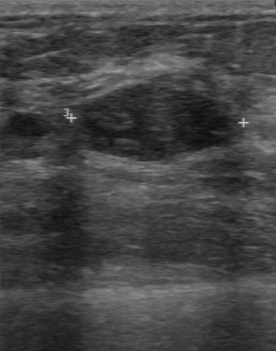
Modality: breast sonogram.
Breast sonogram findings:
- boundary: clear
- calcifications: absent
- echogenicity: hypoechoic
- margin: regular